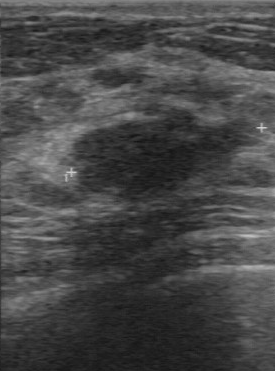
Imaging: breast ultrasound image. Acquired on GE Logiq 7 @10-14MHz.
Original-read BI-RADS category: 4. Descriptors from an independent second read (not the reader who assigned the category): The margin is regular. Boundary: clear. Internally the lesion is hypoechoic. No calcifications are seen. The biopsy result was fibroadenoma; the lesion is benign.